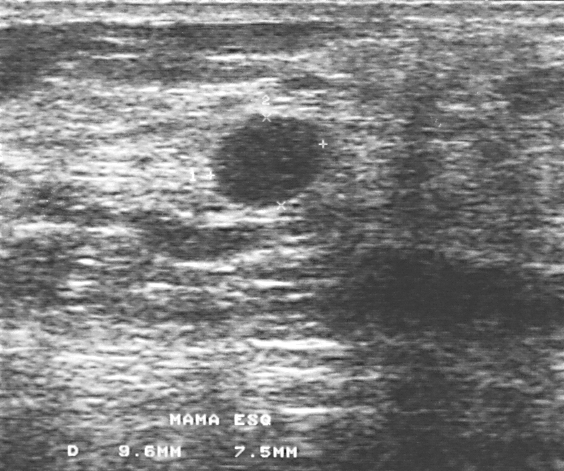
Breast ultrasound image.
The BI-RADS assessment is 3.